Scanner: GE Logiq 5 @10-12MHz. Imaging: B-mode breast ultrasound.
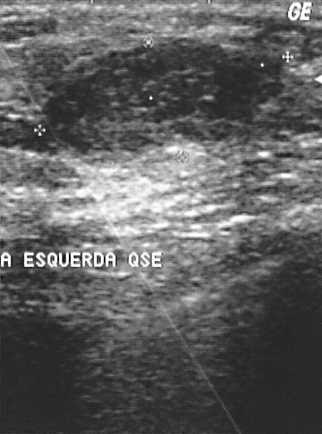
A breast lesion is present on this B-mode breast ultrasound. Assessment: BI-RADS 2. Histopathology: fibroadenoma (benign).